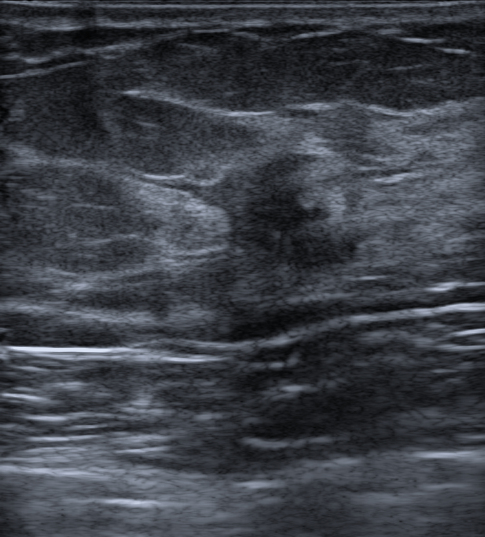
Background tissue composition: heterogeneous: predominantly fibroglandular. Breast sonogram.
An irregular, hypoechoic breast lesion with spiculated and indistinct margins is seen. There is posterior shadowing. Calcifications: in a mass. BI-RADS 4B; malignant on biopsy or follow-up. Differential on reading: Suspicion of malignancy; Dysplasia. Histopathology: Invasive lobular carcinoma; Lobular carcinoma in situ (LCIS).